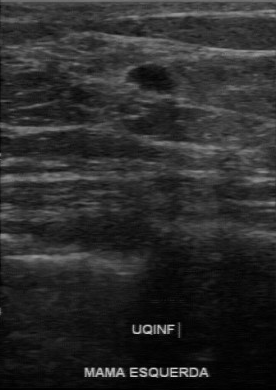
Modality: breast sonogram.
This breast sonogram shows a breast lesion with BI-RADS: 4.